Imaging: breast ultrasound scan.
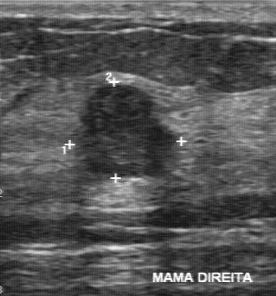
Pixel coordinates (x1, y1, x2, y2): Finding bounding box: x1=72, y1=84, x2=182, y2=179.